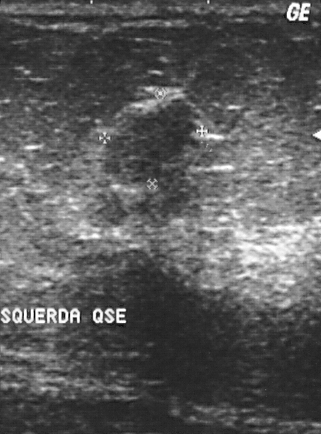
Imaging: B-mode breast ultrasound.
This B-mode breast ultrasound shows a finding with BI-RADS: 2, confirmed outcome (biopsy or follow-up): benign, pathology: fibroadenoma.